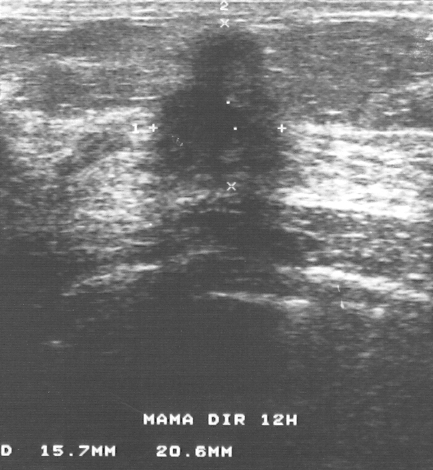
Imaging: breast ultrasound.
Breast ultrasound findings:
- histopathology: invasive ductal carcinoma
- BI-RADS: 5